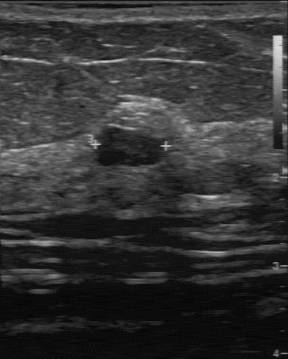
Imaging: breast US. Scanner: GE Logiq 7 @10-14MHz.
The echogenicity is hypoechoic. Boundary is clear. Confirmed outcome (biopsy or follow-up) is benign. No calcifications are seen. Lesion margin is regular. The pathology is fibroadenoma.